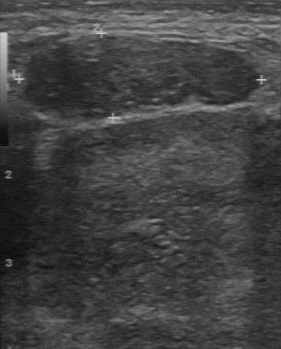
Modality: breast sonogram.
Biopsy or follow-up result: malignant.